Acquired on GE Logiq 7 @10-14MHz. Breast ultrasound scan.
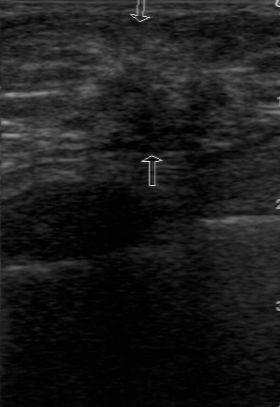
A finding is seen with unclear boundary, slightly hypoechoic echo pattern, calcifications: none, irregular contour.